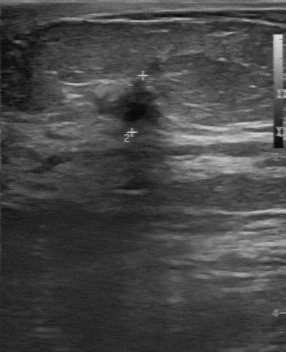
Acquired on GE Logiq 7 @10-14MHz. Breast ultrasound.
FINDINGS: Breast ultrasound. Boundary: unclear. BI-RADS (second read): 4B. Margin: irregular. Calcifications: none.